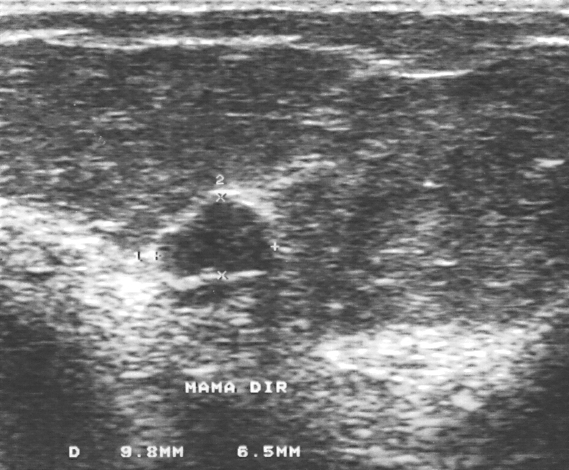
Modality: breast ultrasound scan. Acquired on GE Logiq 5 @10-12MHz.
Pixel coordinates (x1, y1, x2, y2): Finding bounding box: top-left (156, 198), bottom-right (267, 276). BI-RADS 3.